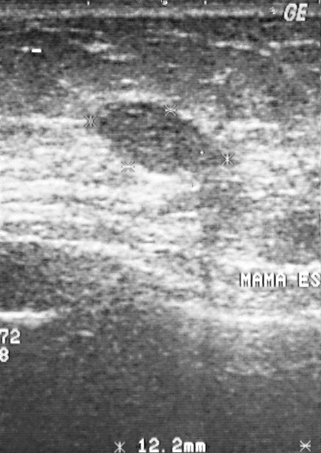
Acquired on GE Logiq 5 @10-12MHz. Modality: breast sonogram.
The confirmed outcome (biopsy or follow-up) is malignant. The BI-RADS category is 3.